Imaging: breast ultrasound scan.
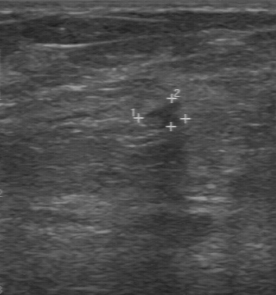
The lesion boundary is unclear. Calcifications are absent. The lesion margin is irregular. Echo pattern: slightly hypoechoic.